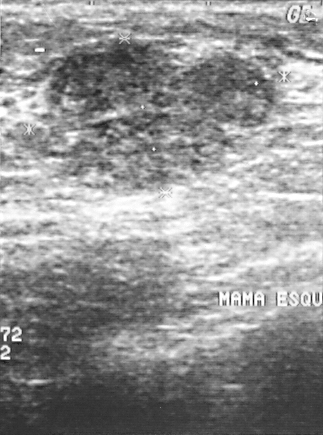
Modality: breast ultrasound image.
(coordinates in a 323x435 pixel frame) Breast lesion bounding box: top-left (43, 39), bottom-right (277, 195).